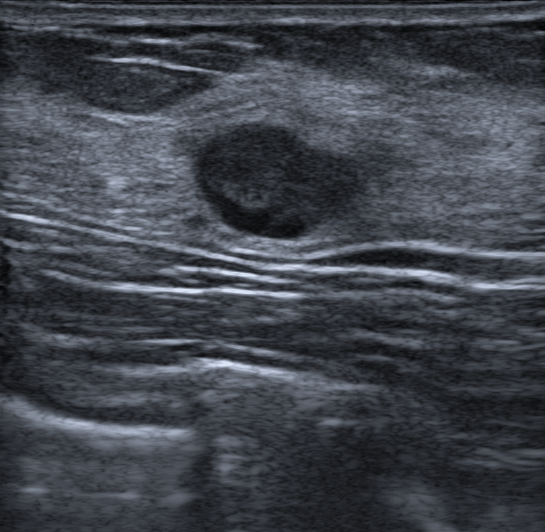
Age 26. Imaging: breast ultrasound.
Echogenic halo: absent. Lesion shape: oval. Skin thickening: none. BI-RADS assessment: 4A. There are no calcifications. Margin is circumscribed. The echogenicity is complex cystic/solid. Outcome on biopsy or follow-up is benign. Pathology is Fibroadenoma. There are no posterior features.